Patient age: 57. Imaging: breast ultrasound.
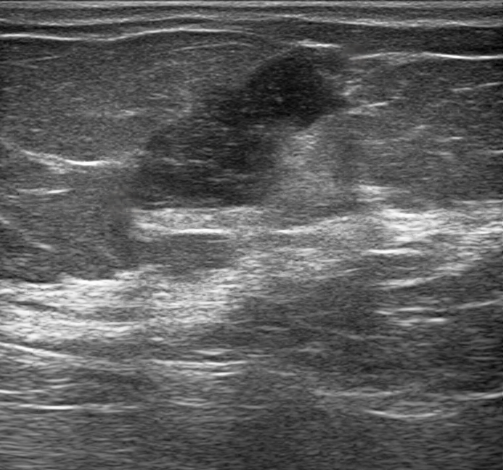
Biopsy or follow-up result: malignant. BI-RADS 4C.